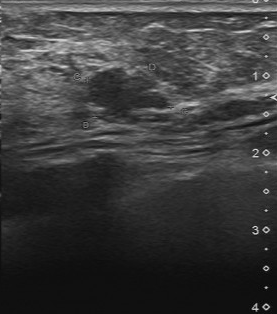
Breast ultrasound.
Finding: breast lesion, benign on biopsy or follow-up. BI-RADS 4.